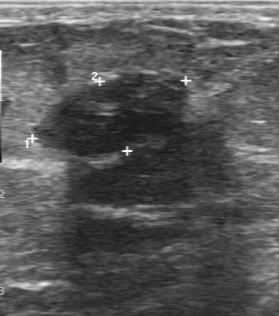
Modality: B-mode breast ultrasound.
BI-RADS 2 in the original read. A second reader, independent of the original assessment, describes a hypoechoic lesion with a regular margin; the boundary is fairly clear. Biopsy showed fibroadenoma, a benign finding.